Scanner: Toshiba Aplio 300 @12-14 MHz. Breast ultrasound image.
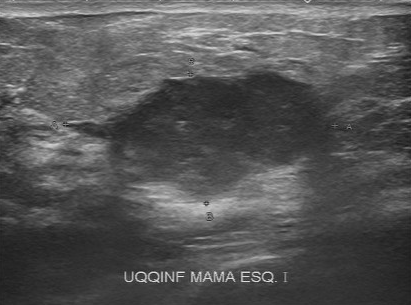
This breast ultrasound image shows a finding, malignant on biopsy or follow-up. BI-RADS 5.